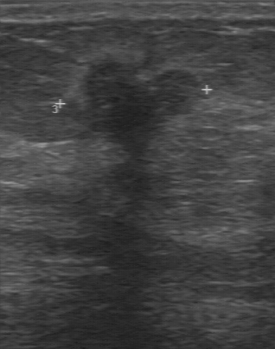
Imaging: breast ultrasound scan.
Breast ultrasound scan findings:
- BI-RADS: 4
- histopathology: invasive ductal carcinoma